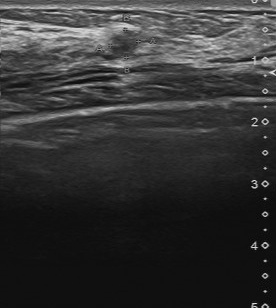
Breast ultrasound scan.
Original-read BI-RADS category: 4. On a second, independent read, a finding with a partially regular margin and a fairly clear boundary is seen; it is slightly hypoechoic. Histopathology: fibrocystic changes (benign).